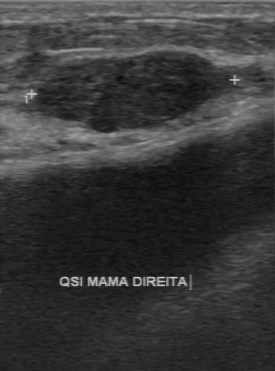
Imaging: breast US.
BI-RADS: 2. Confirmed outcome (biopsy or follow-up): benign.
OUTCOME ON BIOPSY OR FOLLOW-UP: benign.